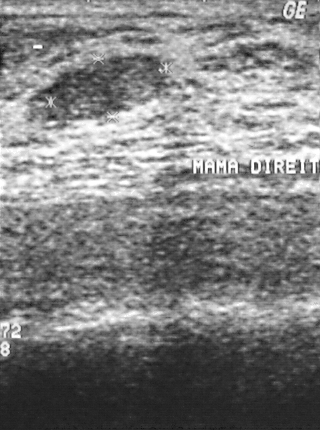
Scanner: GE Logiq 5 @10-12MHz. Modality: breast ultrasound image.
The breast lesion is located within the bounding box top-left (53, 54), bottom-right (163, 120).